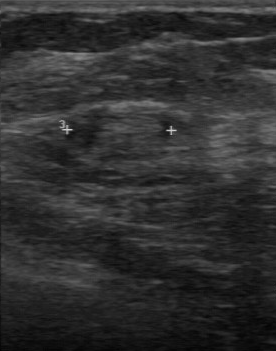
Modality: breast US.
No calcifications are seen. The lesion boundary is fairly clear. The BI-RADS on independent re-read is 3. The margin is partially regular. Original BI-RADS is 4.